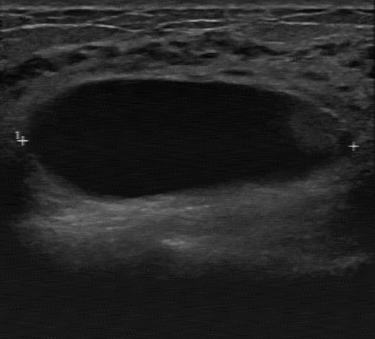
B-mode breast ultrasound.
Original-read BI-RADS category: 4. Findings on the second read (an independent reader): a hypoechoic breast lesion, margin regular, boundary clear. Pathology confirmed benign intraductal papilloma.